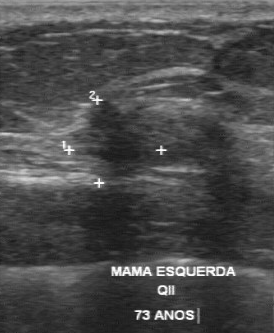
Modality: breast ultrasound image.
The finding demonstrates BI-RADS assessment: 5.